Imaging: breast ultrasound.
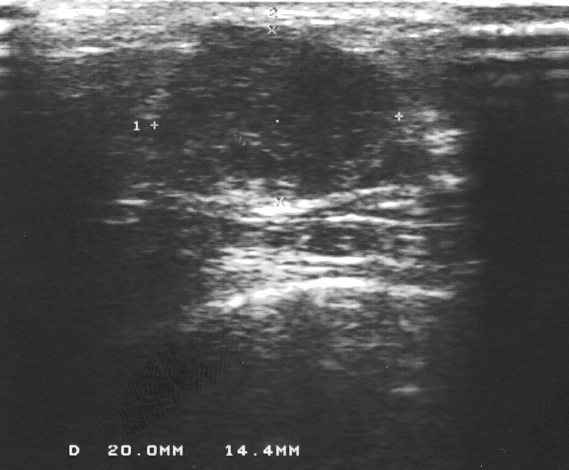
This breast ultrasound shows a finding, benign on biopsy or follow-up. BI-RADS 4.